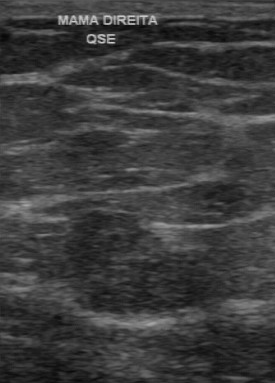
Imaging: breast ultrasound image.
Pixel coordinates (x1, y1, x2, y2): Lesion region of interest: (63,212)-(216,316). The lesion is benign on biopsy or follow-up.